Imaging: B-mode breast ultrasound.
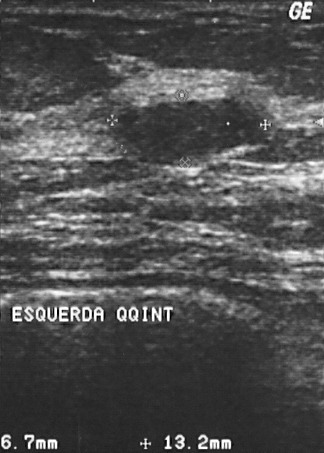
Outcome on biopsy or follow-up: benign. BI-RADS assessment: 2. Histopathology: fibroadenoma (benign).